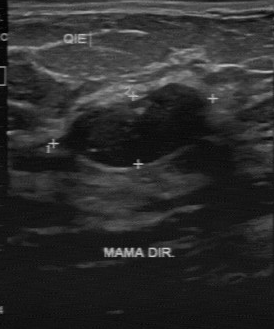
Breast ultrasound image.
The breast lesion demonstrates second-reader BI-RADS: 3, hypoechoic echo pattern, clear boundary, regular margin.